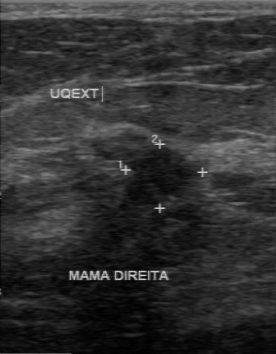
Modality: breast ultrasound scan.
Original-read BI-RADS category: 4.
Descriptors from an independent second read (not the reader who assigned the category):
The margin is partially regular.
Its boundary is somewhat unclear.
Echo pattern: hypoechoic.
There are no calcifications.
Biopsy showed invasive ductal carcinoma, a malignant finding.